Scanner: GE Logiq 7 @10-14MHz. B-mode breast ultrasound.
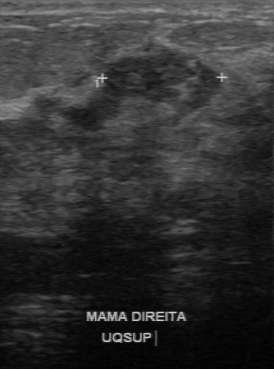
The lesion demonstrates BI-RADS: 4.